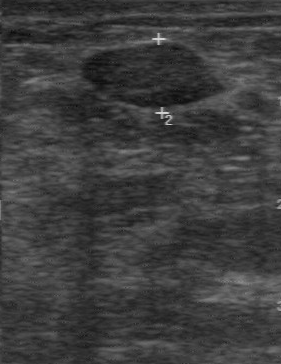
Breast ultrasound image.
Outcome on biopsy or follow-up: benign. BI-RADS 2.